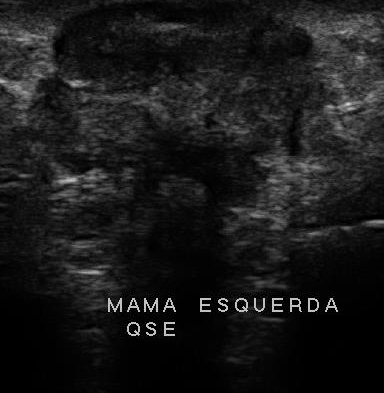
Acquired on U-Systems @10-14MHz. Modality: B-mode breast ultrasound.
Internal echoes: heterogeneous. Histopathology: invasive ductal carcinoma. Calcifications: multiple calcifications. Lesion margin: irregular. Boundary: unclear. Confirmed outcome (biopsy or follow-up): malignant.
OUTCOME ON BIOPSY OR FOLLOW-UP: malignant.